Modality: breast ultrasound.
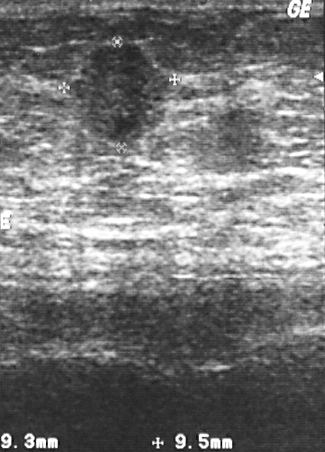
BI-RADS assessment: 4. Confirmed outcome (biopsy or follow-up): malignant.